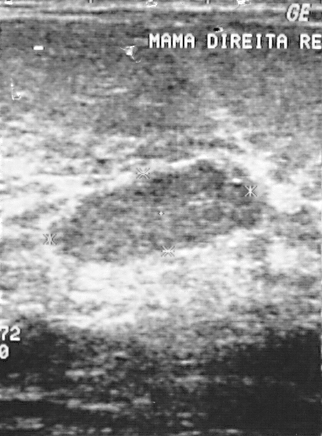
Modality: breast ultrasound image.
BI-RADS is 2. Confirmed outcome (biopsy or follow-up): malignant.